Modality: breast US. Scanner: GE Logiq 7 @10-14MHz.
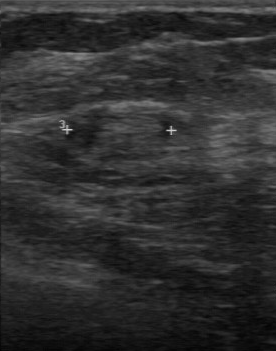
- histopathology: invasive ductal carcinoma
- BI-RADS category: 4